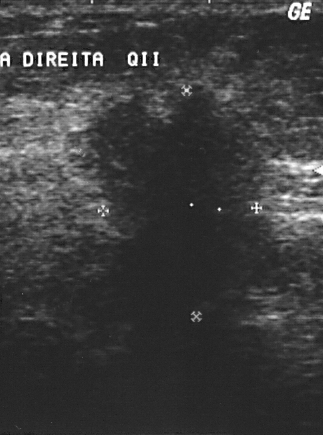
Breast ultrasound image.
Pixel coordinates (x1, y1, x2, y2): Finding bounding box: top-left (88, 85), bottom-right (271, 303).